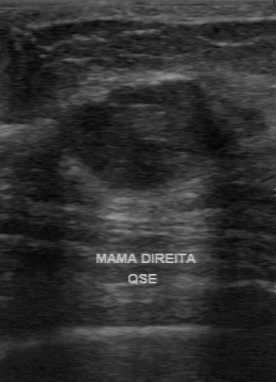
Breast sonogram.
Outcome on biopsy or follow-up: benign. BI-RADS 3.